Scanner: GE Logiq 5 @10-12MHz. B-mode breast ultrasound.
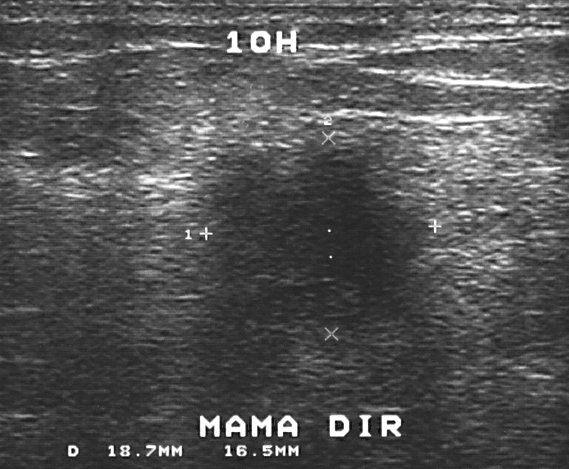
The outcome on biopsy or follow-up is malignant. The BI-RADS assessment is 4.